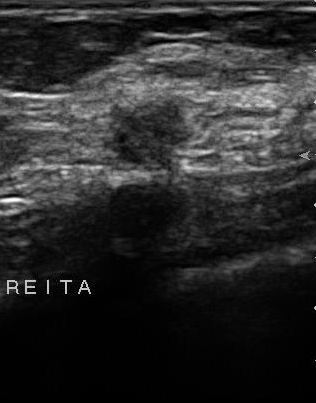
Imaging: breast US.
The breast lesion was assessed as BI-RADS 4 by the original reader. On a second read by an independent reader: Margin: partially regular. Boundary: somewhat unclear. Internally the breast lesion is slightly hypoechoic. No calcifications are seen. The biopsy result was invasive ductal carcinoma; the breast lesion is malignant.